Imaging: breast sonogram.
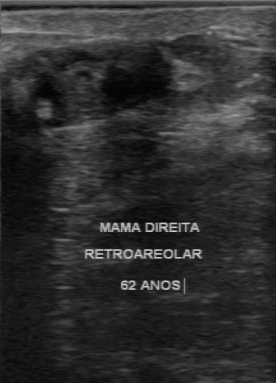
The breast lesion was categorized BI-RADS 4 in the original read. Descriptors from an independent second read (not the reader who assigned the category): The margin is partially regular. The lesion boundary is fairly clear. Internally the breast lesion is heterogeneous. No calcifications are seen. Biopsy showed invasive ductal carcinoma, a malignant finding.